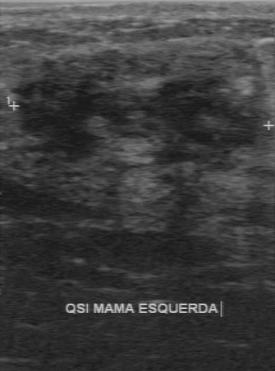
Breast ultrasound image.
Echo pattern: hypoechoic. Lesion boundary is somewhat unclear. Calcifications are absent. Contour is regular. Biopsy or follow-up result is benign.